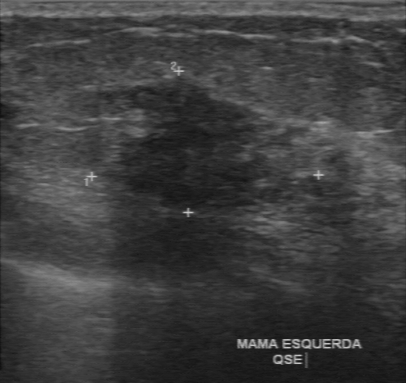
Breast sonogram.
Outcome on biopsy or follow-up: malignant. (BI-RADS category 4.)